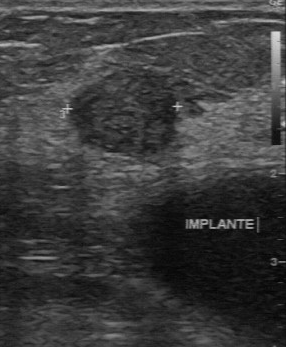
Imaging: breast US.
The mass was categorized BI-RADS 3 in the original read.
Descriptors from an independent second read (not the reader who assigned the category):
The mass has a regular margin.
Boundary: clear.
Internally the mass is slightly hypoechoic.
No calcifications are seen.
Histopathology: fibroadenoma (benign).